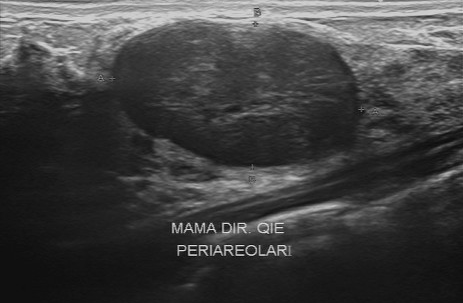
Breast ultrasound scan.
Original-read BI-RADS category: 3. Findings on the second read (an independent reader): a hypoechoic finding, margin regular, boundary clear. No calcifications are seen. Histopathology: fibroadenoma (benign).